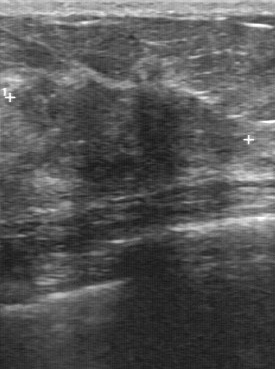
Imaging: breast US.
- contour: irregular
- lesion boundary: unclear
- calcifications: multiple calcifications
- internal echoes: hypoechoic